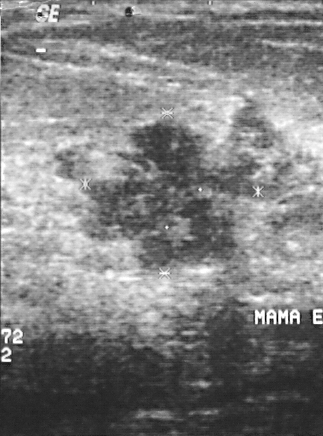
Imaging: breast ultrasound.
This breast ultrasound shows a finding. Assessment: BI-RADS 5. The biopsy result was invasive ductal carcinoma; the finding is malignant.